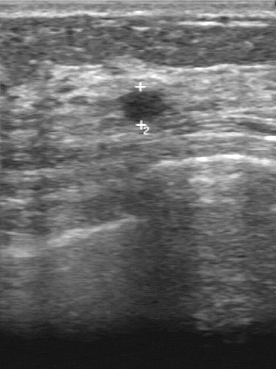
Modality: breast ultrasound scan.
Outcome on biopsy or follow-up: benign. BI-RADS assessment: 2.
OUTCOME ON BIOPSY OR FOLLOW-UP: benign.